Breast ultrasound image.
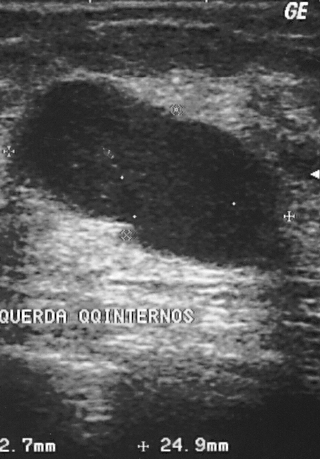
(coordinates in a 320x459 pixel frame) The finding occupies approximately [15, 80, 290, 268]. The finding is benign on biopsy or follow-up. BI-RADS 2.